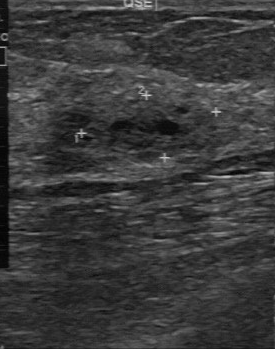
Acquired on GE Logiq 7 @10-14MHz. Modality: B-mode breast ultrasound.
BI-RADS 4 in the original read; on a second read the margin is irregular, the boundary unclear and the mass heterogeneous. No calcifications are seen. Pathology confirmed benign fibroadenoma.